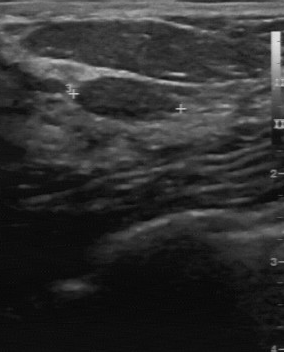
Breast sonogram.
Breast sonogram findings:
- BI-RADS assessment: 3
- biopsy result: fibroadenoma